B-mode breast ultrasound. Scanner: GE Logiq 7 @10-14MHz.
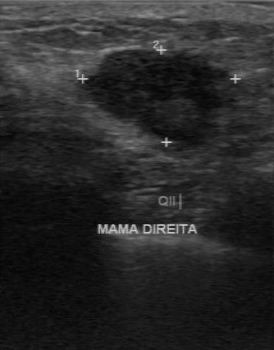
FINDINGS: Echogenicity: hypoechoic. Pathology: invasive ductal carcinoma. Calcifications: none. Lesion margin: partially regular. Boundary: somewhat unclear.
OUTCOME ON BIOPSY OR FOLLOW-UP: malignant.